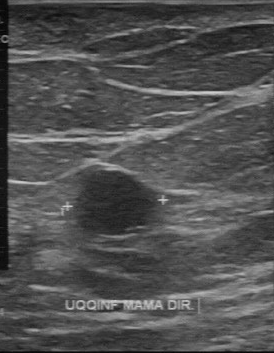
B-mode breast ultrasound.
- independent BI-RADS assessment: 3
- outcome on biopsy or follow-up: benign
- BI-RADS (first reader): 2